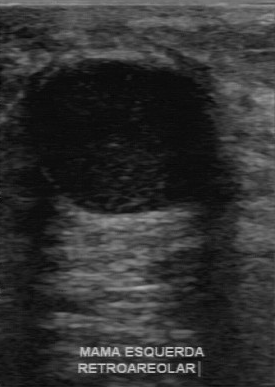
Imaging: breast sonogram.
Outcome on biopsy or follow-up: benign. BI-RADS 3.